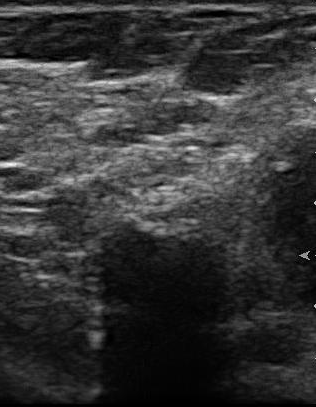
Breast US.
BI-RADS 3 in the original read; on a second read the margin is regular, the boundary fairly clear and the lesion hypoechoic. Histopathology: fibroadenoma (benign).